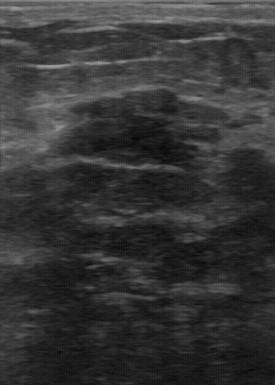
Imaging: breast sonogram. Scanner: GE Logiq 7 @10-14MHz.
FINDINGS: Breast sonogram. Internal echoes: hypoechoic. Contour: partially regular. Biopsy result: fibroadenoma. Lesion boundary: fairly clear. Calcifications: absent.
OUTCOME ON BIOPSY OR FOLLOW-UP: benign.